Acquired on GE Logiq 5 @10-12MHz. Imaging: breast ultrasound image.
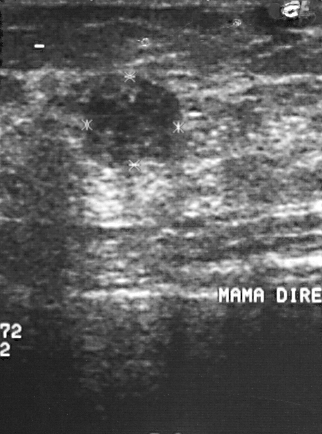
A breast lesion is seen with BI-RADS: 4, outcome on biopsy or follow-up: malignant.